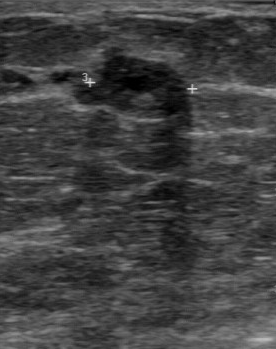
Imaging: breast ultrasound scan.
(coordinates in a 276x349 pixel frame) Lesion region of interest: [76, 56, 188, 119]. BI-RADS 4.